Modality: breast US.
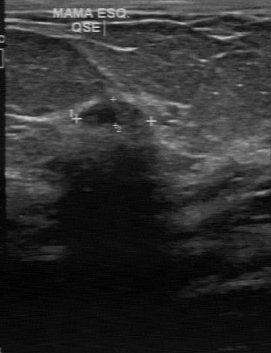
Echogenicity: slightly hypoechoic. Biopsy or follow-up result: benign. Calcifications: none. Margin: regular. Boundary: fairly clear.
OUTCOME ON BIOPSY OR FOLLOW-UP: benign.